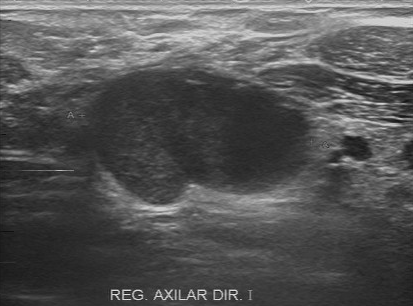
Modality: breast sonogram. Acquired on Toshiba Aplio 300 @12-14 MHz.
This breast sonogram shows a breast lesion with calcifications: absent, biopsy or follow-up result: malignant, partially regular margin, clear boundary, hypoechoic echo pattern.